Imaging: breast ultrasound.
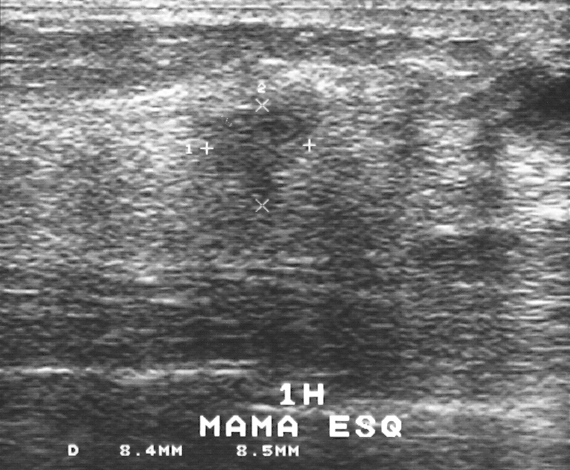
Breast lesion: benign on biopsy or follow-up. BI-RADS 4.